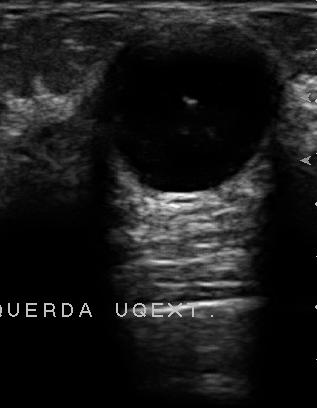
Imaging: B-mode breast ultrasound. Scanner: U-Systems @10-14MHz.
(coordinates in a 317x408 pixel frame) The finding is located within the bounding box 96 22 287 194. The finding is benign on biopsy or follow-up.